Imaging: breast ultrasound.
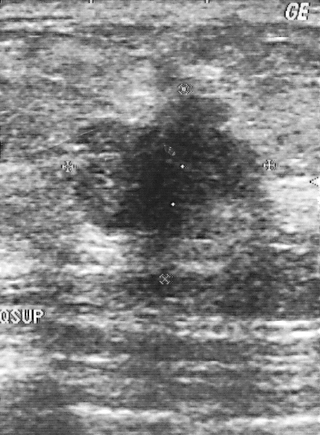
Biopsy showed invasive ductal carcinoma. BI-RADS assessment: 5. The lesion is malignant on biopsy or follow-up.